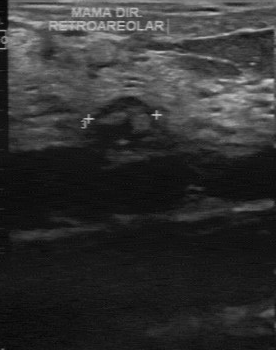
Modality: breast ultrasound image. Scanner: GE Logiq 7 @10-14MHz.
Histopathology: fibroadenoma. BI-RADS category: 4.
OUTCOME ON BIOPSY OR FOLLOW-UP: benign.